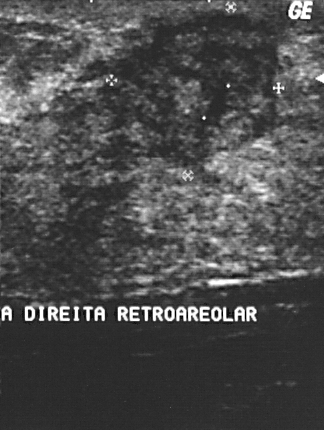
Breast sonogram.
This breast sonogram shows a lesion with BI-RADS assessment: 4, confirmed outcome (biopsy or follow-up): malignant, histopathology: invasive ductal carcinoma.